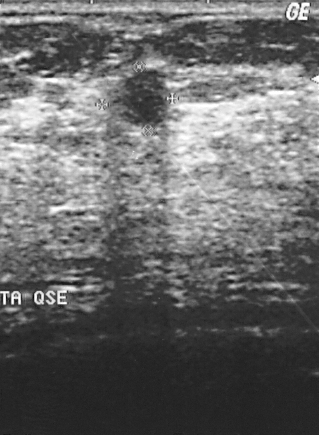
Acquired on GE Logiq 5 @10-12MHz. Breast ultrasound.
This mass proved benign on biopsy or follow-up.
Biopsy showed cyst.
The mass is assessed as BI-RADS 2.